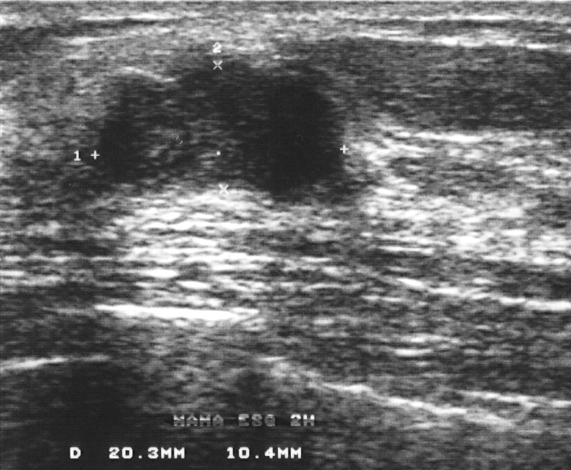
Acquired on GE Logiq 5 @10-12MHz. Breast ultrasound scan.
This breast ultrasound scan shows a finding. BI-RADS category 4. Pathology confirmed benign fibroadenoma.